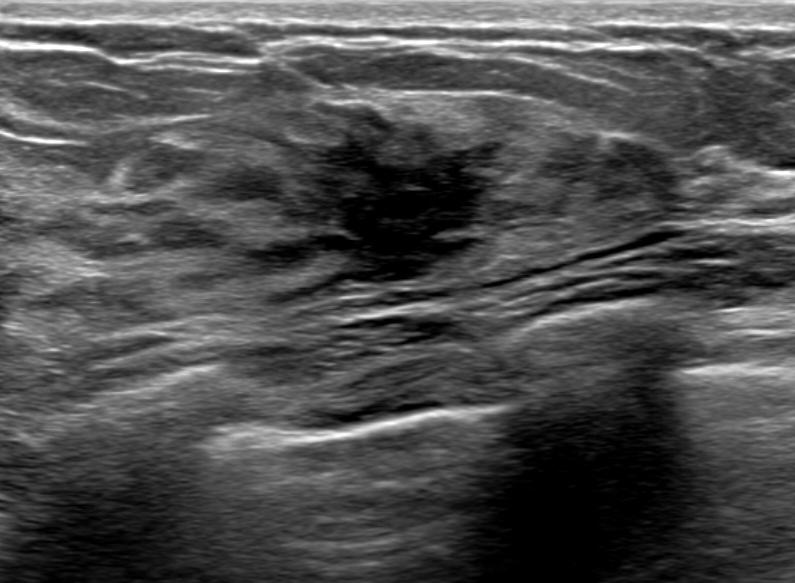
Modality: breast sonogram.
Biopsy or follow-up result: malignant.